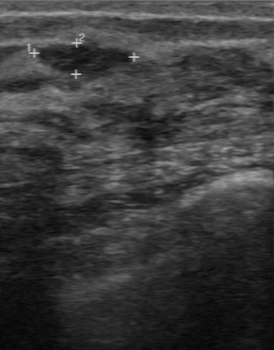
Breast ultrasound scan.
FINDINGS: Lesion margin: regular. Calcifications: none. Lesion boundary: clear. Echo pattern: hypoechoic. Pathology: sclerosing adenosis.